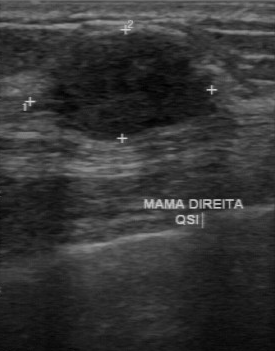
Breast ultrasound scan.
The finding was categorized BI-RADS 4 in the original read.
A second, independent read describes the finding as follows.
Margin: regular.
Its boundary is clear.
The finding is hypoechoic.
Calcifications: none.
Biopsy showed invasive ductal carcinoma, a malignant finding.